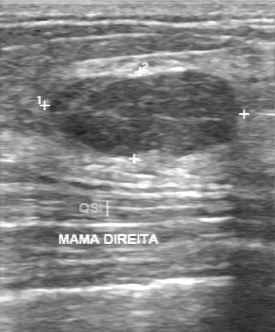
Modality: breast ultrasound scan.
- margin: regular
- outcome on biopsy or follow-up: benign
- boundary: clear
- calcifications: absent
- internal echoes: heterogeneous